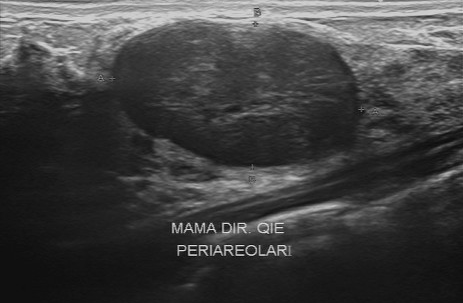
Imaging: breast ultrasound.
Pathology: fibroadenoma. The BI-RADS category is 3.